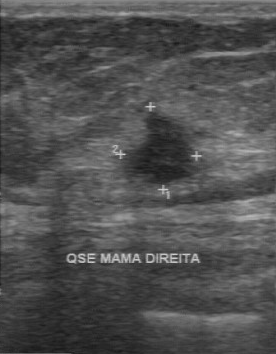
Modality: B-mode breast ultrasound. Scanner: GE Logiq 7 @10-14MHz.
Outcome on biopsy or follow-up: malignant. Original BI-RADS: 4. BI-RADS (second read): 4B. Pathology: invasive ductal carcinoma.